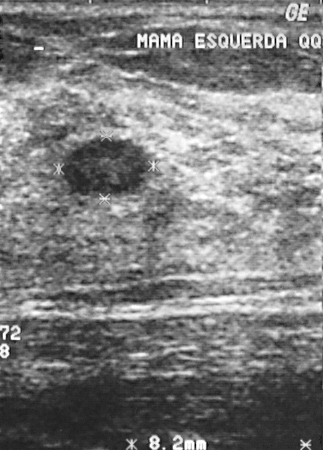
Scanner: GE Logiq 5 @10-12MHz. Breast sonogram.
This breast sonogram shows a mass. Assessment: BI-RADS 2. The biopsy result was cyst; the mass is benign.